Imaging: breast ultrasound.
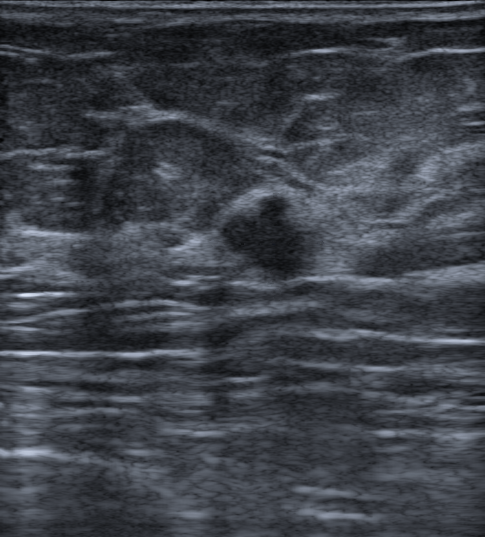
No posterior acoustic features are seen. There are no calcifications. Margin: not circumscribed, microlobulated. Internally the lesion is hypoechoic. Skin thickening: none. Shape: irregular. No echogenic halo is seen. Biopsy result: Invasive carcinoma of no special type (NST). BI-RADS category 4B. This lesion proved malignant on biopsy or follow-up.